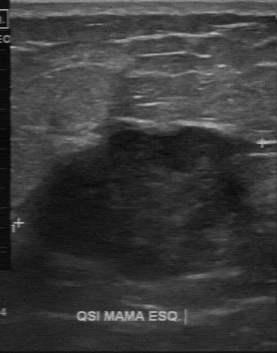
Breast ultrasound.
BI-RADS: 4. Histopathology: invasive ductal carcinoma. Outcome on biopsy or follow-up: malignant.
OUTCOME ON BIOPSY OR FOLLOW-UP: malignant.